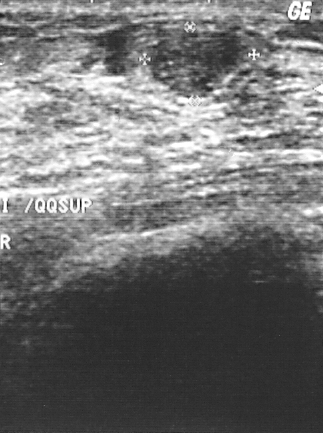
Acquired on GE Logiq 5 @10-12MHz. Modality: breast US.
A breast lesion is seen. BI-RADS category 2. Pathology confirmed benign fibroadenoma.